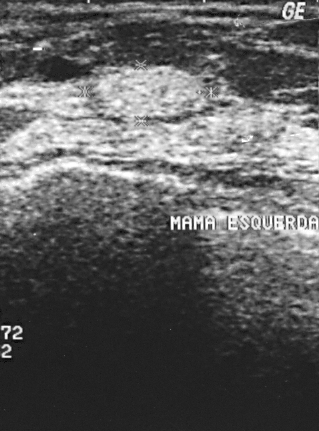
Breast sonogram.
Assigned BI-RADS 2.
Biopsy or follow-up result: benign.
Histopathology: hamartoma (benign).